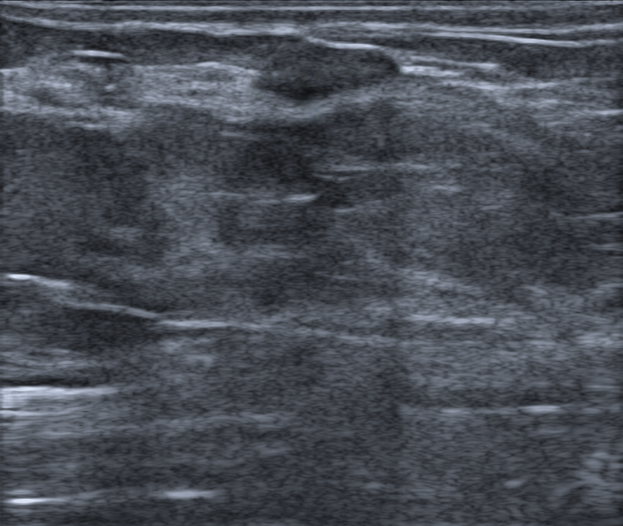
58-year-old patient. Breast ultrasound image.
Pixel coordinates (x1, y1, x2, y2): The finding is located within the bounding box 253 38 401 105. The finding is benign on biopsy or follow-up.